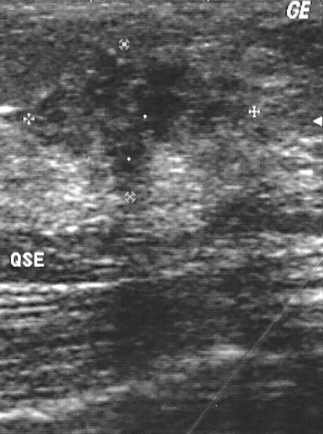
Acquired on GE Logiq 5 @10-12MHz. Imaging: breast US.
This breast US shows a finding. It was assessed as BI-RADS 4. Biopsy showed invasive ductal carcinoma, a malignant finding.